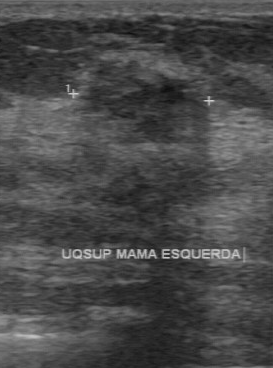
Breast ultrasound.
Lesion: malignant on biopsy or follow-up. (BI-RADS category 4.)